Breast ultrasound scan.
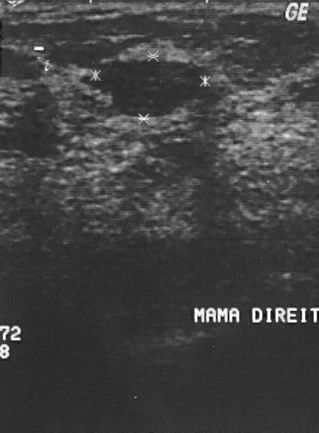
The biopsy result was fibroadenoma. Outcome on biopsy or follow-up: benign. The breast lesion is assessed as BI-RADS 2.